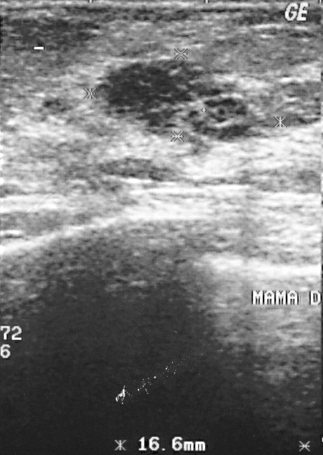
Modality: breast US.
Segment the mass: bounding box top-left (94, 58), bottom-right (256, 140).